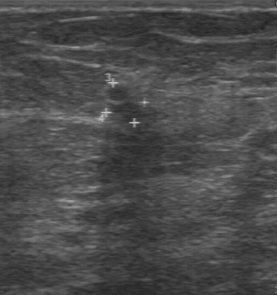
Imaging: breast US.
- contour: partially regular
- lesion boundary: somewhat unclear
- biopsy or follow-up result: malignant
- echo pattern: slightly hypoechoic
- calcifications: none